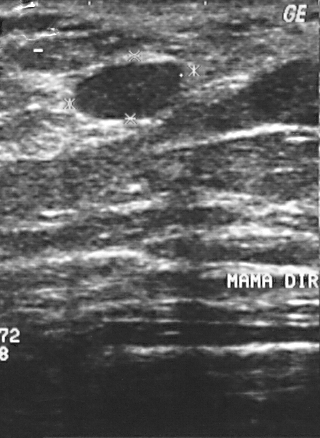
Breast ultrasound.
Lesion region of interest: x1=74, y1=62, x2=185, y2=120.